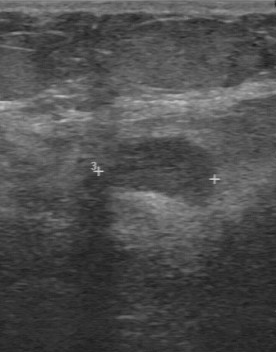
Breast ultrasound.
BI-RADS 3 in the original read; on a second read the margin is regular, the boundary clear and the lesion hypoechoic. Biopsy showed fibroadenoma, a benign finding.